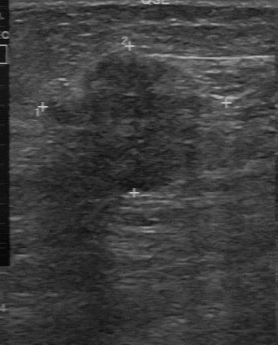
Modality: breast ultrasound.
The breast lesion occupies approximately 51 47 223 197. BI-RADS 5.